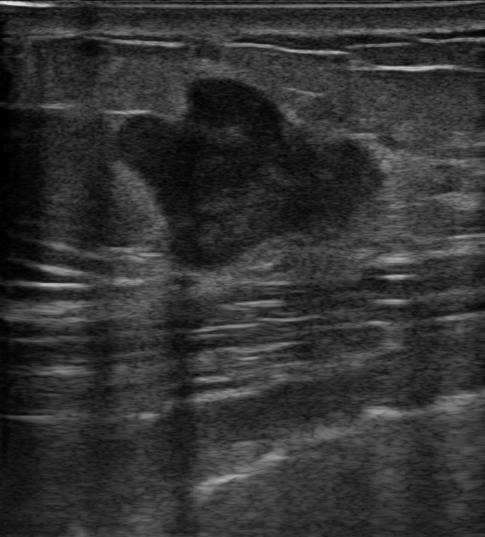
Imaging: breast US.
Radiologist's impression: Suspicion of malignancy. The lesion is assessed as BI-RADS 4C. Biopsy or follow-up result: malignant. Echogenic halo: absent. Shape: irregular. The lesion has microlobulated margins. Skin thickening: none. There are no calcifications. Echogenicity: hypoechoic. There are no posterior acoustic features.